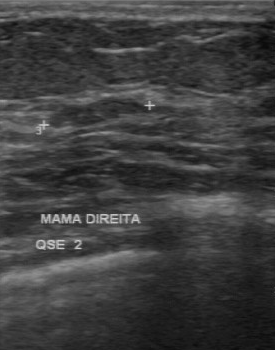
Imaging: breast ultrasound.
BI-RADS category: 2. Biopsy result: fibroadenoma. Biopsy or follow-up result: benign.
OUTCOME ON BIOPSY OR FOLLOW-UP: benign.